Imaging: B-mode breast ultrasound.
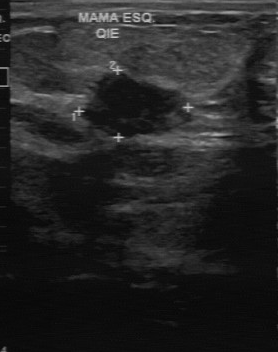
B-mode breast ultrasound findings:
- biopsy result: invasive ductal carcinoma
- original BI-RADS: 5
- biopsy or follow-up result: malignant
- BI-RADS on independent re-read: 4A
- boundary: fairly clear